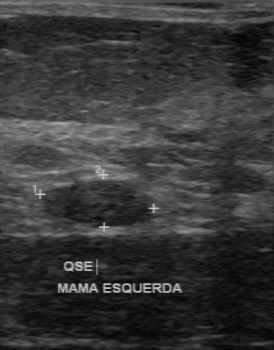
Acquired on GE Logiq 7 @10-14MHz. Imaging: breast US.
The finding was categorized BI-RADS 3 in the original read. On a second read by an independent reader: Margin: regular. The lesion boundary is clear. The finding is slightly hypoechoic. There are no calcifications. Biopsy showed fibroadenoma, a benign finding.